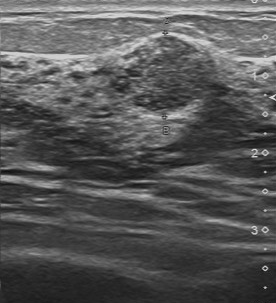
Imaging: breast ultrasound scan.
The BI-RADS category is 4. The histopathology is fibroadenoma.